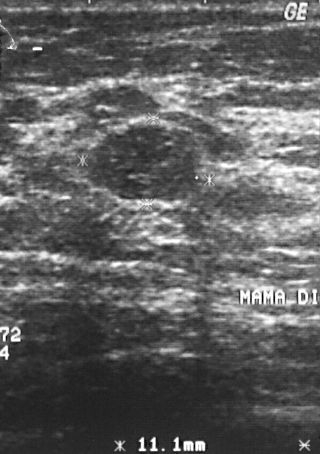
Imaging: B-mode breast ultrasound.
FINDINGS: BI-RADS category: 2. Confirmed outcome (biopsy or follow-up): benign.
OUTCOME ON BIOPSY OR FOLLOW-UP: benign.